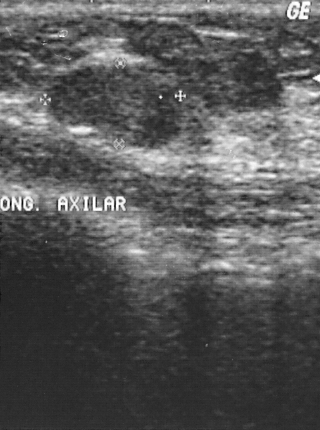
Modality: breast ultrasound image.
BI-RADS category 2. The lesion is benign on biopsy or follow-up. Biopsy showed fibroadenoma.